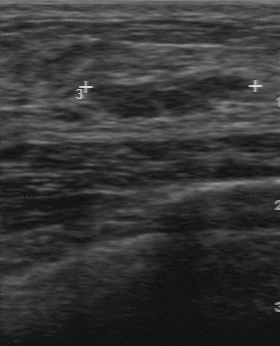
Scanner: GE Logiq 7 @10-14MHz. Imaging: breast ultrasound.
Original-read BI-RADS category: 3. A second reader, independent of the original assessment, describes a hypoechoic finding with a regular margin; the boundary is clear. No calcifications are seen. Pathology confirmed benign fibroadenoma.